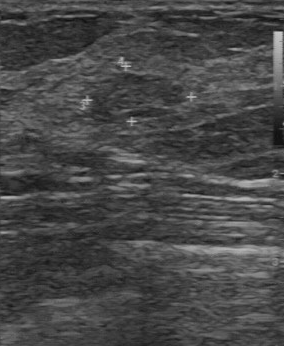
Modality: breast ultrasound.
The lesion occupies approximately top-left (91, 73), bottom-right (184, 123).